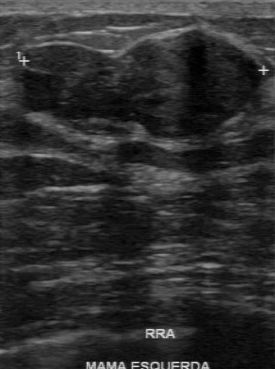
Breast ultrasound scan.
The lesion is benign on biopsy or follow-up. (BI-RADS category 3.)